Breast ultrasound.
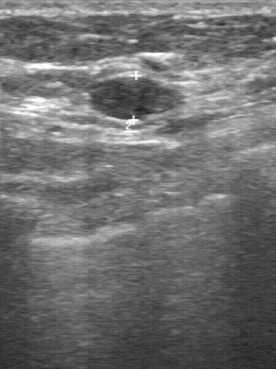
(coordinates in a 276x369 pixel frame) The mass occupies approximately (86, 77) to (189, 121). The mass is benign on biopsy or follow-up. BI-RADS 3.